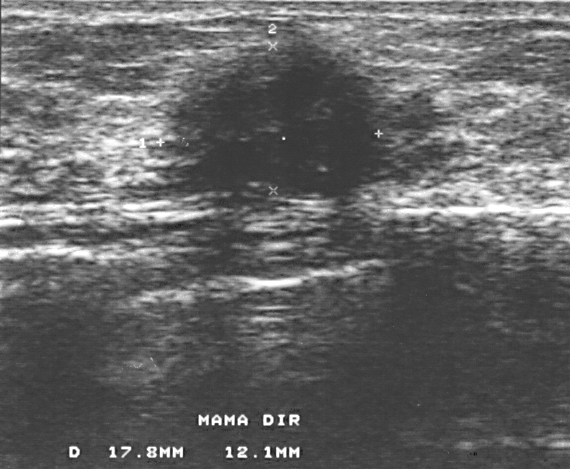
Breast ultrasound.
Biopsy or follow-up result: malignant.
The lesion is assessed as BI-RADS 4.
Pathology confirmed invasive ductal carcinoma.